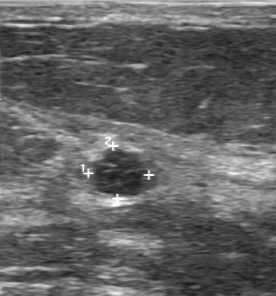
Acquired on GE Logiq 7 @10-14MHz. Modality: breast sonogram.
Breast lesion bounding box: (91, 149) to (146, 196). The breast lesion is benign on biopsy or follow-up.